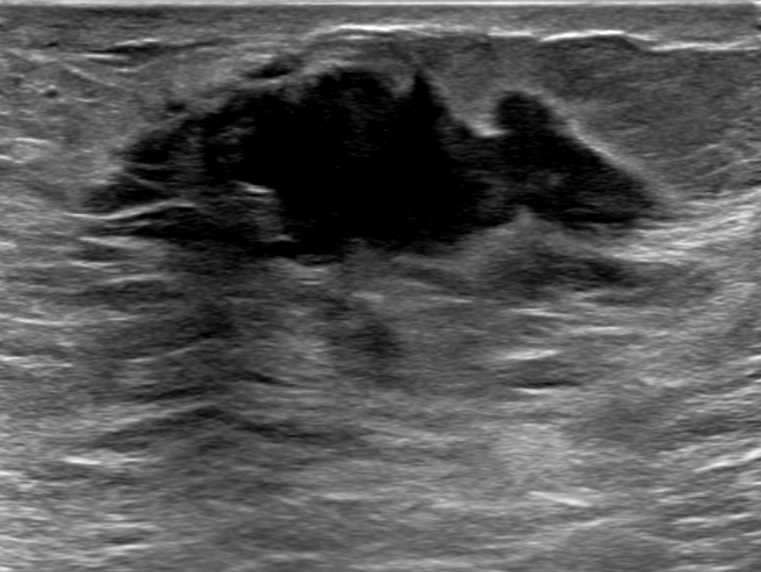
Breast ultrasound image.
(coordinates in a 761x572 pixel frame) Segment the finding: bounding box top-left (83, 57), bottom-right (681, 265). The finding is malignant on biopsy or follow-up.